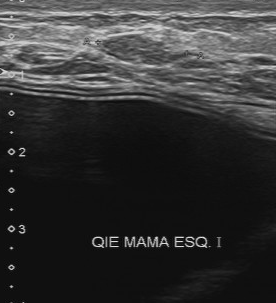
Imaging: breast ultrasound scan.
Breast lesion: benign on biopsy or follow-up. (BI-RADS category 4.)